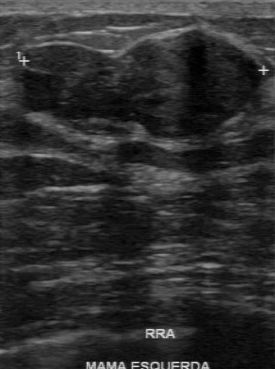
Scanner: GE Logiq 7 @10-14MHz. Modality: breast ultrasound.
Original-read BI-RADS category: 3.
On a second read by an independent reader:
Internally the finding is hypoechoic.
Calcifications: none.
Boundary: clear.
The finding has a regular margin.
The biopsy result was fibroadenoma; the finding is benign.